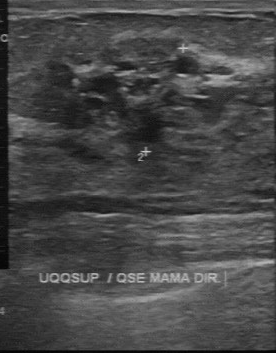
Modality: B-mode breast ultrasound. Scanner: GE Logiq 7 @10-14MHz.
Outcome on biopsy or follow-up: benign. (BI-RADS category 3.)